Imaging: breast US.
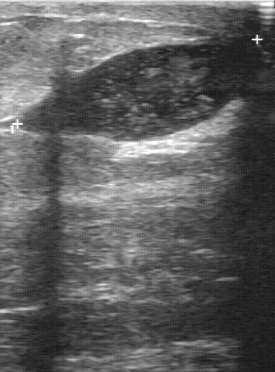
(coordinates in a 275x372 pixel frame) Segment the mass: bounding box (18, 38) to (264, 142).